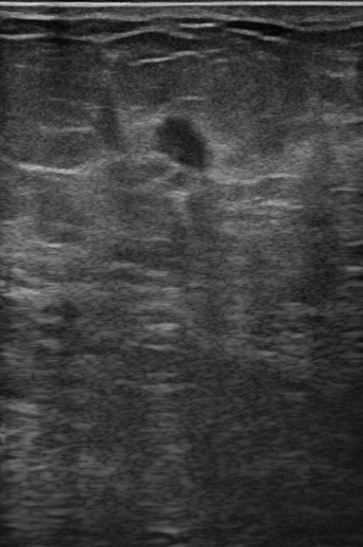
67-year-old patient. Breast sonogram.
FINDINGS: Breast sonogram. Lesion shape: irregular. Calcifications: none. Confirmed outcome (biopsy or follow-up): malignant. Borders: not circumscribed - indistinct. Echo pattern: hypoechoic. Posterior acoustic features: none. BI-RADS: 4C.
OUTCOME ON BIOPSY OR FOLLOW-UP: malignant.